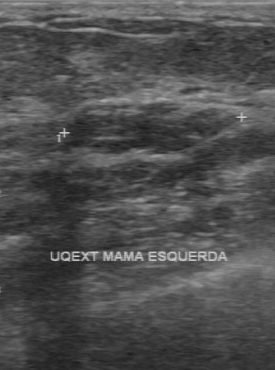
Imaging: B-mode breast ultrasound.
B-mode breast ultrasound findings:
- internal echoes: hypoechoic
- margin: regular
- boundary: clear
- calcifications: none